Imaging: breast ultrasound. Scanner: GE Logiq 5 @10-12MHz.
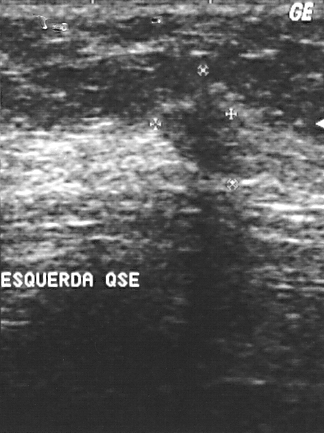
A mass is seen. BI-RADS category 4. Pathology confirmed malignant invasive ductal carcinoma.